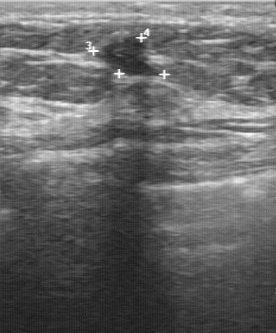
Breast ultrasound scan.
BI-RADS 4 in the original read.
The following findings are from a second reader, independent of the original assessment.
The finding has a regular margin.
The lesion boundary is clear.
The finding is hypoechoic.
Calcifications: none.
Biopsy showed proliferative lesions, a benign finding.